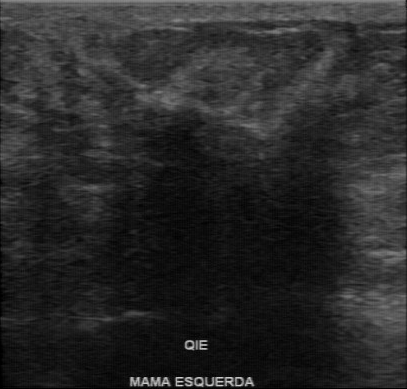
Modality: breast ultrasound image.
Breast ultrasound image findings:
- BI-RADS assessment: 4